Imaging: breast US.
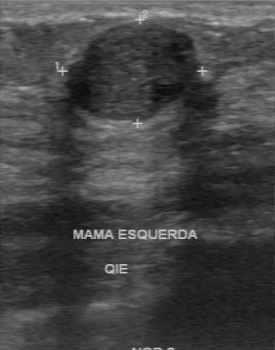
Pixel coordinates (x1, y1, x2, y2): Segment the lesion: bounding box x1=69, y1=22, x2=197, y2=119. The lesion is benign on biopsy or follow-up.